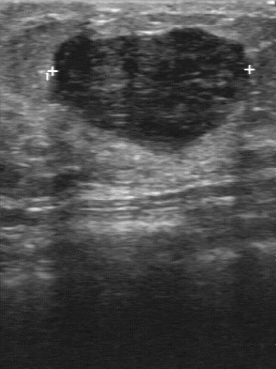
Acquired on GE Logiq 7 @10-14MHz. Breast sonogram.
A mass is seen with biopsy or follow-up result: benign, BI-RADS assessment: 3.